Modality: breast ultrasound image.
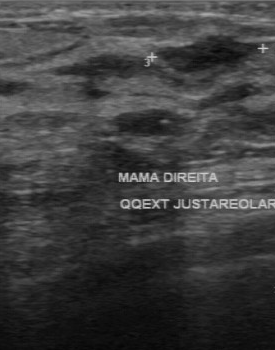
The mass demonstrates slightly hypoechoic echo pattern, outcome on biopsy or follow-up: benign, partially regular lesion margin, calcifications: absent, clear lesion boundary.